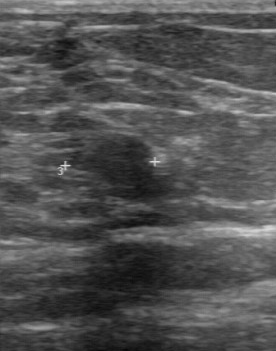
B-mode breast ultrasound. Scanner: GE Logiq 7 @10-14MHz.
The lesion was assessed as BI-RADS 4 by the original reader.
A second, independent read describes the lesion as follows.
The lesion is hypoechoic.
Boundary: clear.
The lesion has a regular margin.
Calcifications: none.
Biopsy showed fibroadenoma, a benign finding.